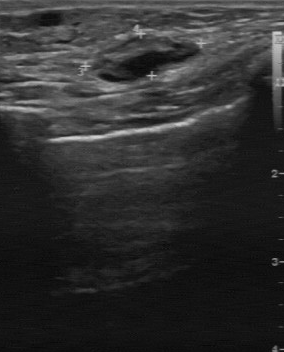
Modality: B-mode breast ultrasound.
BI-RADS 2 in the original read; on a second read the margin is regular, the boundary clear and the lesion heterogeneous. Histopathology: lymph node (benign).